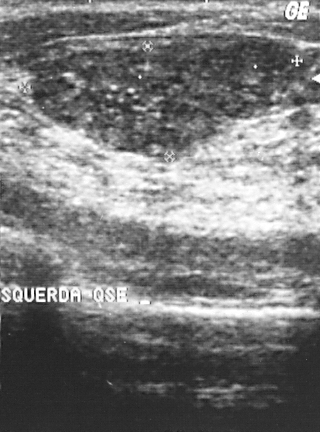
Modality: breast ultrasound scan.
The biopsy result was fibroadenoma; the mass is benign.
The mass is assessed as BI-RADS 2.